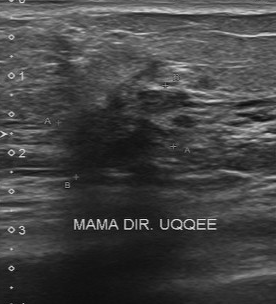
Modality: breast ultrasound image.
Biopsy or follow-up result: malignant. BI-RADS 5.